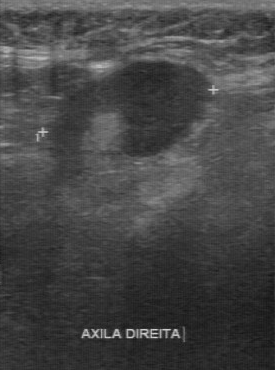
Imaging: breast ultrasound scan. Scanner: GE Logiq 7 @10-14MHz.
BI-RADS assessment: 4. Biopsy showed lymphoma, a malignant finding. Outcome on biopsy or follow-up: malignant.